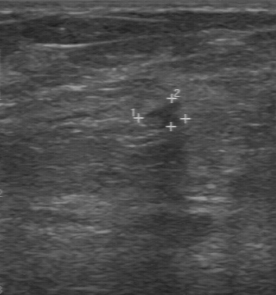
Modality: breast US.
Outcome on biopsy or follow-up: malignant.